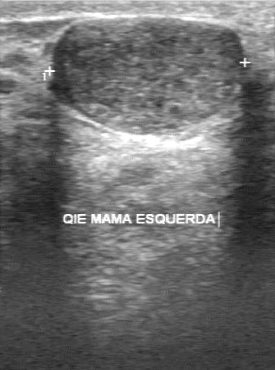
Modality: breast sonogram.
FINDINGS: Independent BI-RADS assessment: 3. BI-RADS (first reader): 4. Boundary: clear. Lesion margin: regular. Calcifications: none. Echo pattern: hypoechoic. Outcome on biopsy or follow-up: benign. Pathology: fibroadenoma.
OUTCOME ON BIOPSY OR FOLLOW-UP: benign.